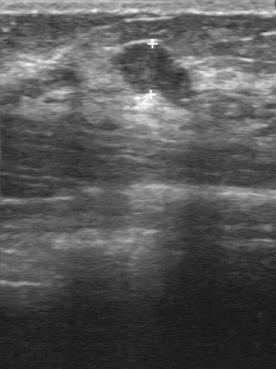
Modality: breast ultrasound image. Acquired on GE Logiq 7 @10-14MHz.
BI-RADS 3 in the original read. A second reader, independent of the original assessment, describes a slightly hypoechoic breast lesion with a partially regular margin; the boundary is fairly clear. Calcifications: none. The biopsy result was intraductal papilloma; the breast lesion is benign.